Breast ultrasound image.
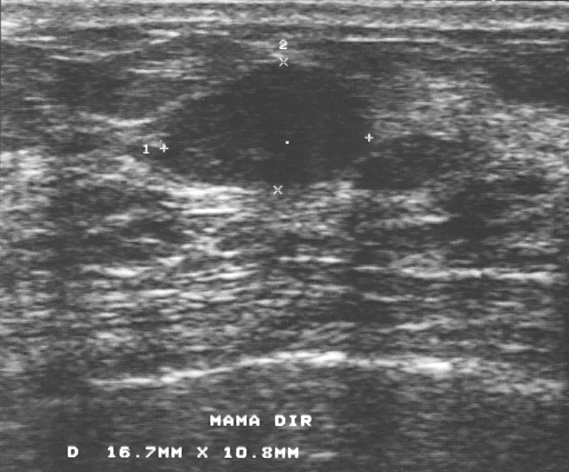
The mass demonstrates outcome on biopsy or follow-up: benign, BI-RADS: 3.